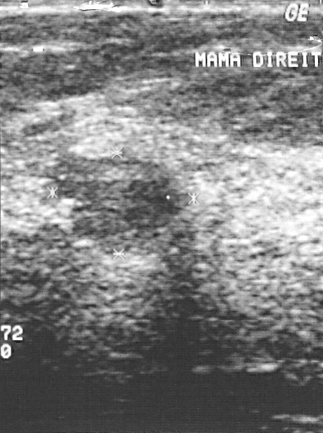
Breast sonogram.
Pixel coordinates (x1, y1, x2, y2): Lesion region of interest: (72, 179) to (184, 242). The finding is benign on biopsy or follow-up.